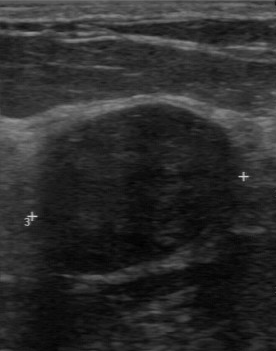
Acquired on GE Logiq 7 @10-14MHz. Imaging: breast sonogram.
The lesion was categorized BI-RADS 3 in the original read. Descriptors from an independent second read (not the reader who assigned the category): No calcifications are seen. Boundary: clear. Margin: regular. Echo pattern: hypoechoic. Histopathology: fibroadenoma (benign).